Breast ultrasound. Acquired on GE Logiq 5 @10-12MHz.
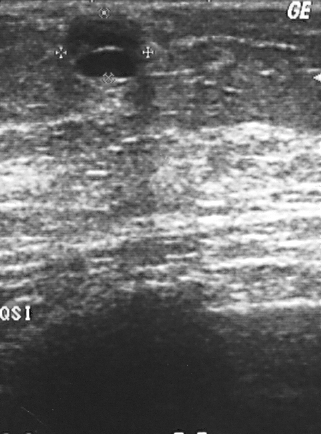
Coordinates are pixels in the 321x434 image. Lesion region of interest: x1=67, y1=14, x2=142, y2=76. The mass is benign on biopsy or follow-up. BI-RADS 2.